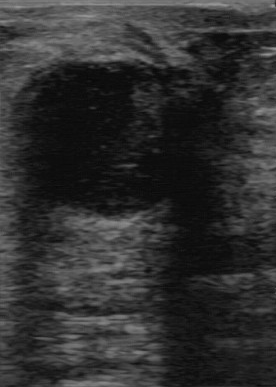
B-mode breast ultrasound.
Coordinates are pixels in the 276x387 image. Lesion region of interest: top-left (16, 60), bottom-right (212, 217).